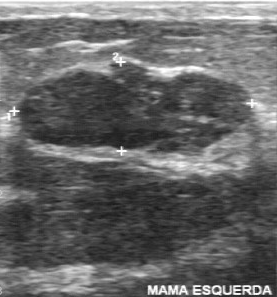
Imaging: breast sonogram.
The finding demonstrates fairly clear boundary, confirmed outcome (biopsy or follow-up): benign, BI-RADS (second read): 4A, BI-RADS (first reader): 2, hypoechoic echo pattern.